Scanner: GE Logiq 7 @10-14MHz. Modality: breast US.
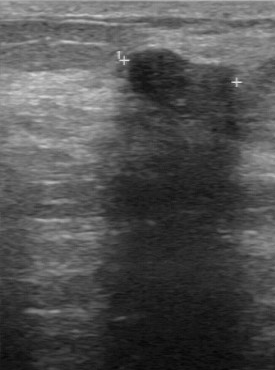
The lesion was assessed as BI-RADS 3 by the original reader. Findings on the second read (an independent reader): a hypoechoic lesion, margin regular, boundary clear. No calcifications are seen. The biopsy result was fibroadenoma; the lesion is benign.